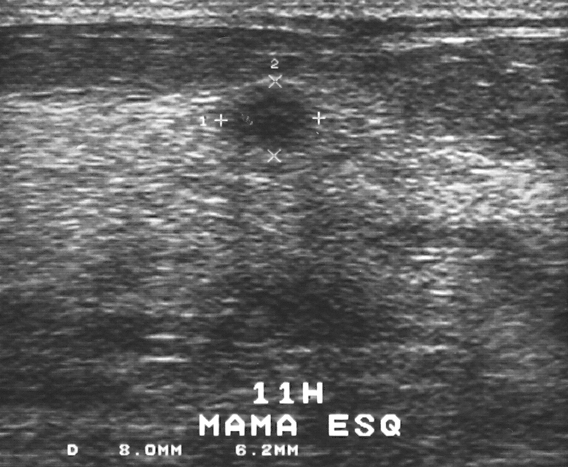
Modality: breast ultrasound image.
Biopsy or follow-up result is benign. BI-RADS category: 4. The pathology is fat necrosis.